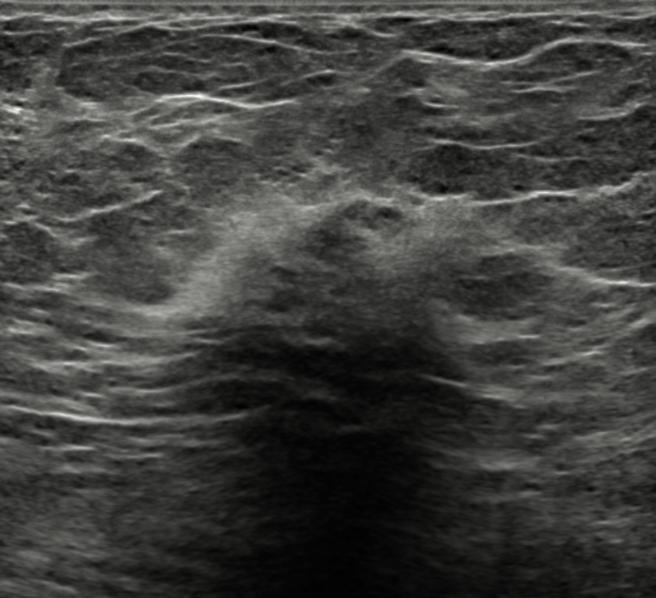
Background echotexture is homogeneous: fat. 56-year-old patient. B-mode breast ultrasound.
- skin thickening: none
- biopsy or follow-up result: benign
- echogenicity: heterogeneous
- posterior features: none
- radiologic interpretation: Suspicion of malignancy; Dysplasia
- pathology: Fat necrosis
- BI-RADS assessment: 5
- borders: not circumscribed - indistinct